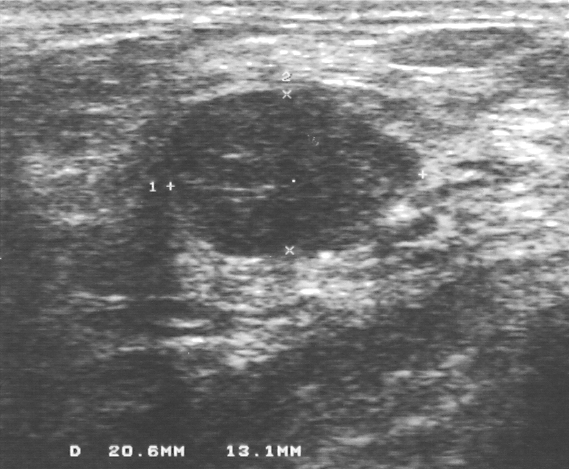
Breast ultrasound image.
A lesion is present on this breast ultrasound image. It was assessed as BI-RADS 3. Biopsy showed fibroadenoma, a benign finding.